Breast sonogram.
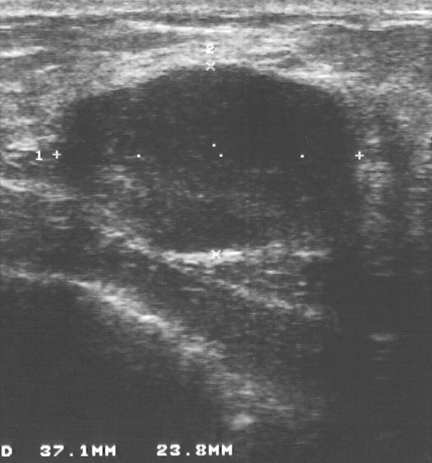
This breast sonogram shows a breast lesion, benign on biopsy or follow-up. (BI-RADS category 3.)